Imaging: breast ultrasound scan.
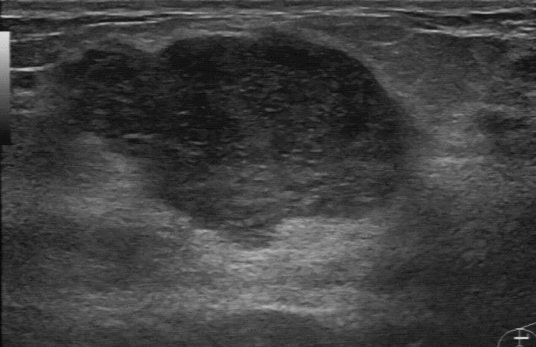
The mass was assessed as BI-RADS 4 by the original reader. Descriptors from an independent second read (not the reader who assigned the category): The margin is partially regular. Boundary: fairly clear. Internally the mass is slightly hypoechoic. Calcification is suspected. The biopsy result was phyllodes tumor; the mass is benign.